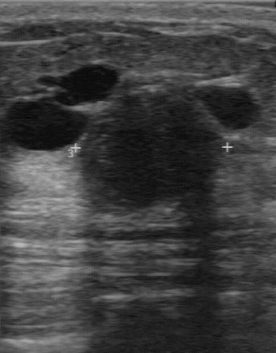
Imaging: breast ultrasound scan.
Finding: mass, benign on biopsy or follow-up. BI-RADS 3.